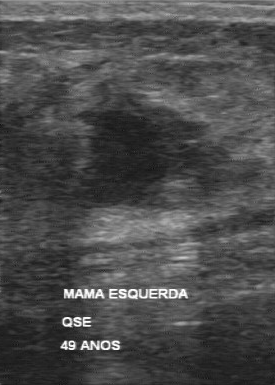
Acquired on GE Logiq 7 @10-14MHz. Breast ultrasound image.
The finding was categorized BI-RADS 5 in the original read. On a second, independent read, a finding with an irregular margin and an unclear boundary is seen; it is hypoechoic. Histopathology: invasive ductal carcinoma (malignant).